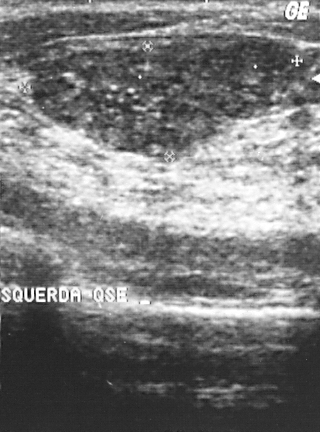
Scanner: GE Logiq 5 @10-12MHz. Imaging: B-mode breast ultrasound.
A mass is present on this B-mode breast ultrasound. It was assessed as BI-RADS 2. Histopathology: fibroadenoma (benign).